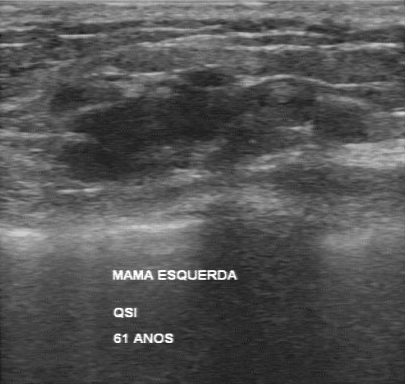
Modality: breast US.
Original-read BI-RADS category: 4. A second reader, independent of the original assessment, describes a hypoechoic finding with a regular margin; the boundary is clear. The biopsy result was adenocarcinoma; the finding is malignant.